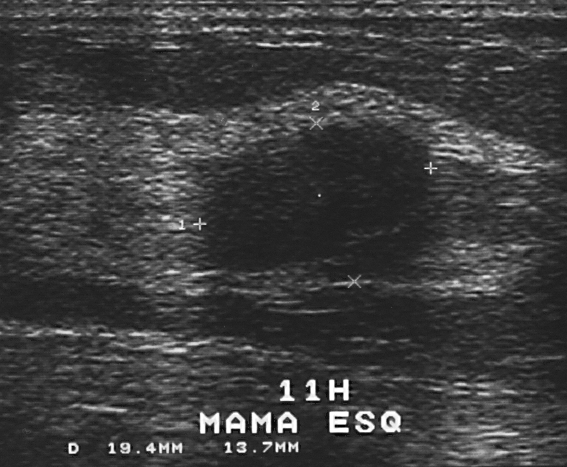
Breast ultrasound image.
The finding is located within the bounding box 203 126 433 276. The finding is benign on biopsy or follow-up.